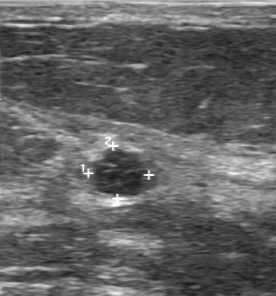
Imaging: breast ultrasound image. Scanner: GE Logiq 7 @10-14MHz.
Biopsy or follow-up result: benign. (BI-RADS category 3.)